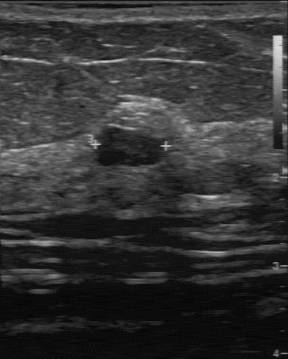
Breast ultrasound scan.
This breast ultrasound scan shows a finding, benign on biopsy or follow-up.